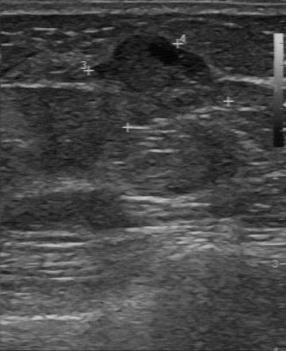
Breast ultrasound.
(coordinates in a 286x351 pixel frame) Lesion region of interest: x1=91, y1=36, x2=223, y2=120. The lesion is malignant on biopsy or follow-up.